Modality: B-mode breast ultrasound.
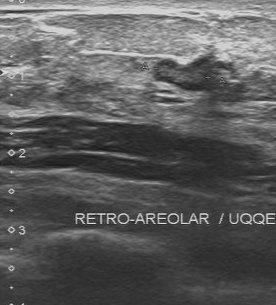
- lesion boundary: fairly clear
- outcome on biopsy or follow-up: benign
- calcifications: none
- echo pattern: slightly hypoechoic
- margin: partially regular